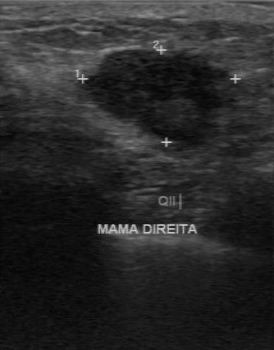
Breast sonogram.
Pixel coordinates (x1, y1, x2, y2): Segment the breast lesion: bounding box x1=81, y1=48, x2=237, y2=151. The breast lesion is malignant on biopsy or follow-up.